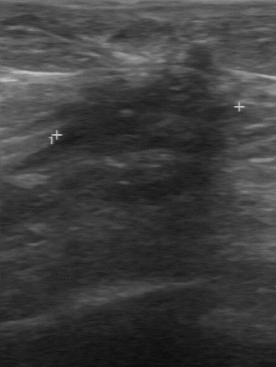
Modality: breast US.
Finding: lesion, benign on biopsy or follow-up. BI-RADS 4.